Modality: breast ultrasound scan.
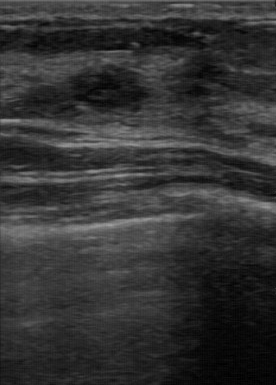
(coordinates in a 276x385 pixel frame) Lesion region of interest: 68 65 151 108.